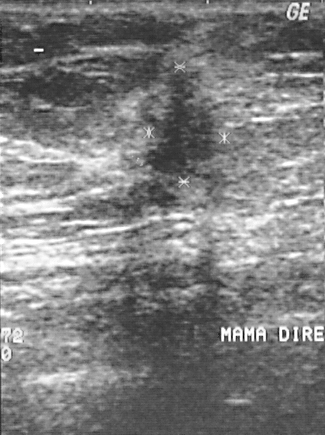
Modality: breast US.
This breast US shows a lesion. BI-RADS category 4. Biopsy showed invasive ductal carcinoma, a malignant finding.